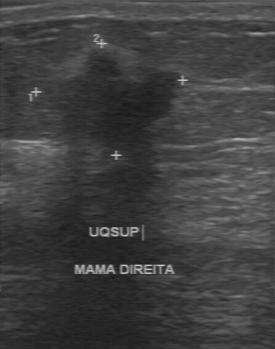
Imaging: breast sonogram.
This breast sonogram shows a mass with original BI-RADS: 4, second-reader BI-RADS: 4C, calcifications: none, hypoechoic echo pattern.